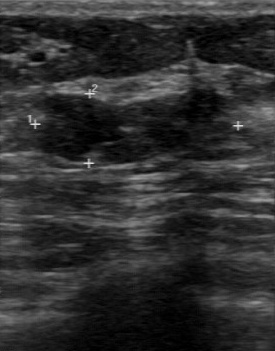
Modality: breast ultrasound image.
The mass demonstrates pathology: fibroadenoma, BI-RADS assessment: 4.